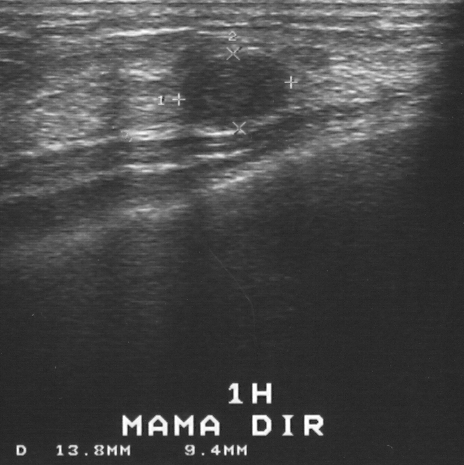
Breast sonogram.
- histopathology: fibroadenoma
- BI-RADS assessment: 3
- outcome on biopsy or follow-up: benign